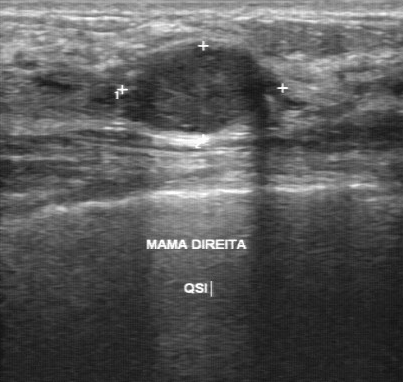
B-mode breast ultrasound.
The mass demonstrates BI-RADS category: 4.